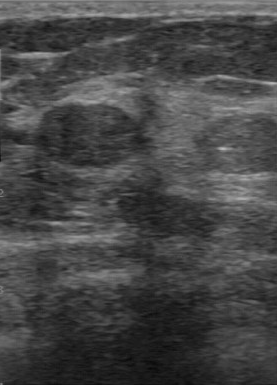
Modality: breast ultrasound image.
Original-read BI-RADS category: 2. The following findings are from a second reader, independent of the original assessment. Boundary: clear. Calcifications: none. The margin is regular. Internally the lesion is hypoechoic. Histopathology: fibroadenoma (benign).